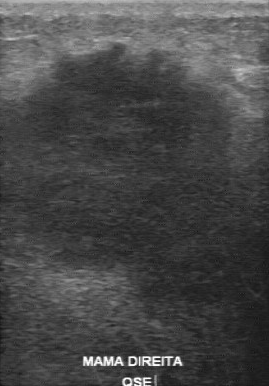
Breast ultrasound image.
Breast lesion: malignant on biopsy or follow-up.